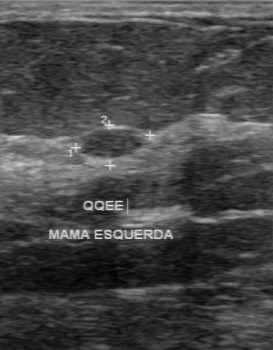
Modality: breast ultrasound image.
BI-RADS 2 in the original read. A second reader, independent of the original assessment, describes a hypoechoic mass with a regular margin; the boundary is clear. There are no calcifications. Pathology confirmed benign fibroadenoma.